Imaging: breast sonogram. Scanner: GE Logiq 5 @10-12MHz.
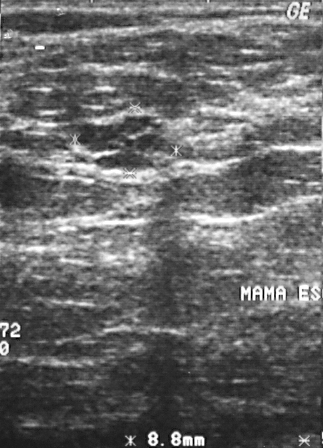
BI-RADS assessment: 3. This finding proved benign on biopsy or follow-up. The biopsy result was cyst; the finding is benign.